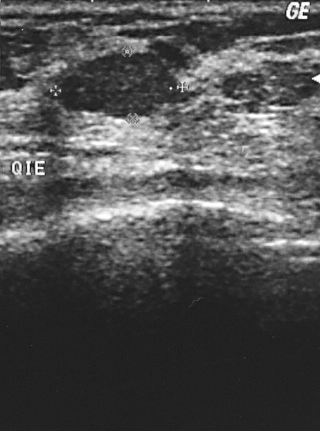
Scanner: GE Logiq 5 @10-12MHz. Imaging: breast ultrasound image.
BI-RADS: 2.